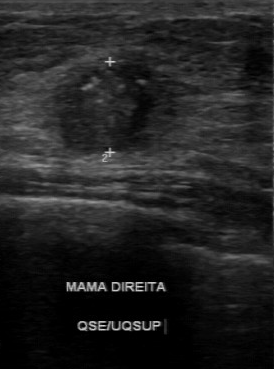
Scanner: GE Logiq 7 @10-14MHz. Imaging: breast sonogram.
Breast sonogram findings:
- BI-RADS assessment: 4